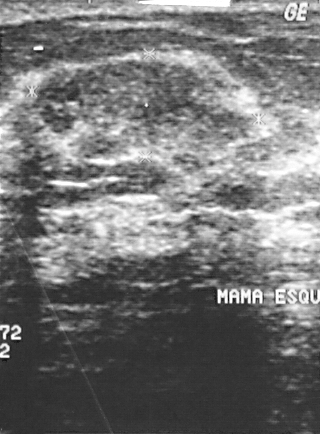
Acquired on GE Logiq 5 @10-12MHz. Modality: breast ultrasound.
The finding is benign on biopsy or follow-up. BI-RADS 2.